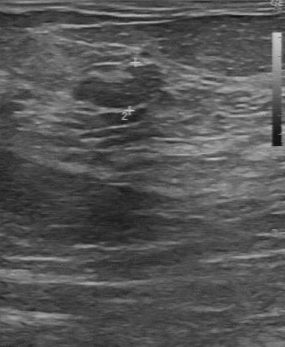
Breast sonogram.
Finding: breast lesion, benign on biopsy or follow-up. (BI-RADS category 3.)